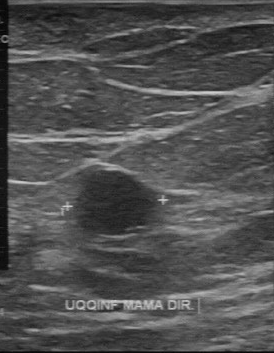
Modality: breast sonogram.
The lesion was categorized BI-RADS 2 in the original read.
Descriptors from an independent second read (not the reader who assigned the category):
The lesion has a regular margin.
The lesion boundary is clear.
The lesion is slightly hypoechoic.
Calcifications: none.
Histopathology: cyst (benign).